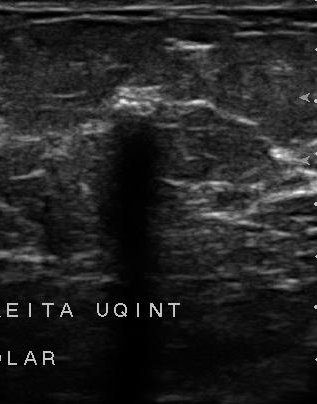
Breast ultrasound scan.
- BI-RADS assessment: 4